Imaging: breast ultrasound image.
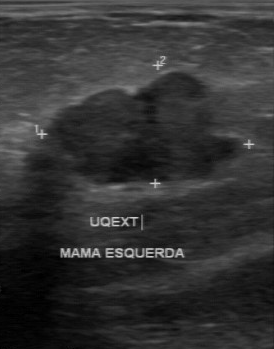
- calcifications: absent
- biopsy or follow-up result: benign
- BI-RADS (first reader): 4
- lesion margin: partially regular
- echo pattern: hypoechoic
- second-reader BI-RADS: 4B
- lesion boundary: somewhat unclear